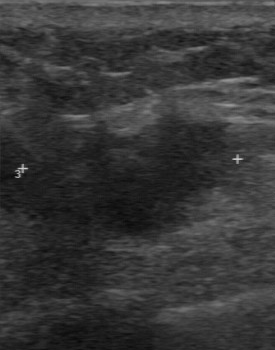
Breast sonogram.
BI-RADS 4 in the original read. A second reader, independent of the original assessment, describes a heterogeneous breast lesion with a partially regular margin; the boundary is somewhat unclear. The biopsy result was invasive lobular carcinoma; the breast lesion is malignant.